Imaging: breast US.
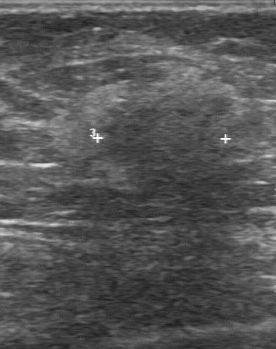
- BI-RADS: 5